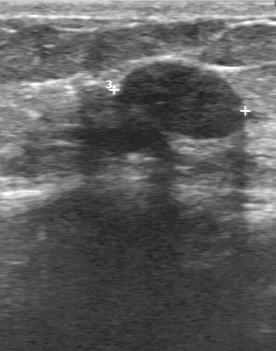
Scanner: GE Logiq 7 @10-14MHz. Breast sonogram.
The breast lesion was assessed as BI-RADS 3 by the original reader. Descriptors from an independent second read (not the reader who assigned the category): The lesion boundary is clear. Margin: regular. There are no calcifications. Internally the breast lesion is hypoechoic. The biopsy result was fibroadenoma; the breast lesion is benign.